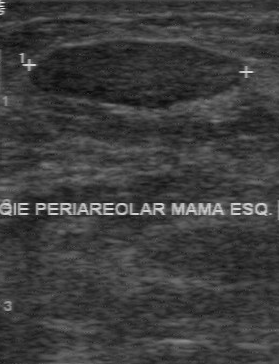
Breast ultrasound image.
Outcome on biopsy or follow-up: benign. BI-RADS 2.